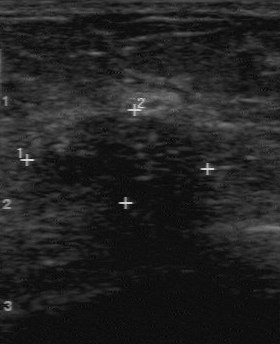
B-mode breast ultrasound.
BI-RADS category is 4. Biopsy or follow-up result: malignant. Histopathology: invasive ductal carcinoma.